Breast sonogram.
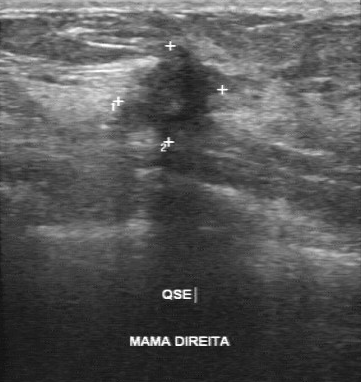
BI-RADS 5 in the original read.
The following findings are from a second reader, independent of the original assessment.
The margin is irregular.
Internally the lesion is hypoechoic.
Boundary: unclear.
There are no calcifications.
Histopathology: invasive ductal carcinoma (malignant).